Scanner: GE Logiq 7 @10-14MHz. Imaging: breast ultrasound scan.
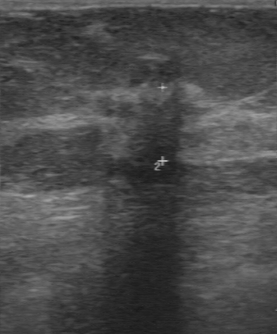
This breast ultrasound scan shows a breast lesion with outcome on biopsy or follow-up: malignant, BI-RADS: 4.